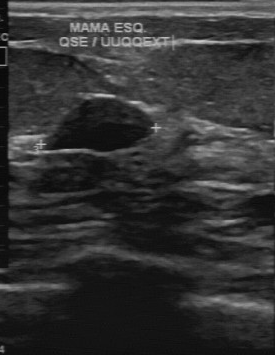
Modality: B-mode breast ultrasound. Scanner: GE Logiq 7 @10-14MHz.
Biopsy or follow-up result: benign. BI-RADS 3.